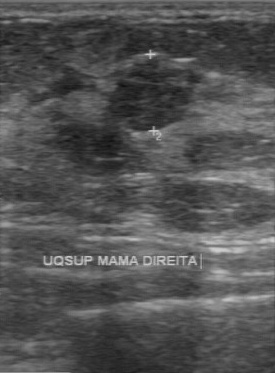
Breast ultrasound image. Scanner: GE Logiq 7 @10-14MHz.
BI-RADS assessment: 3.
OUTCOME ON BIOPSY OR FOLLOW-UP: benign.